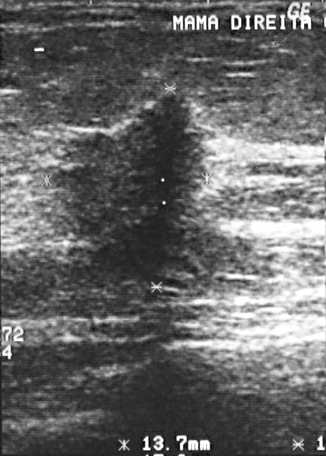
Scanner: GE Logiq 5 @10-12MHz. Breast ultrasound scan.
Biopsy or follow-up result: malignant. Biopsy showed invasive ductal carcinoma. The finding is assessed as BI-RADS 5.